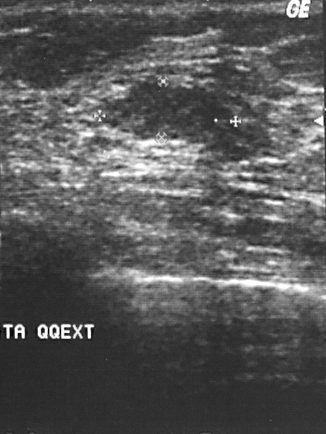
Modality: breast ultrasound. Scanner: GE Logiq 5 @10-12MHz.
The mass is assessed as BI-RADS 2. Biopsy showed fibroadenoma, a benign finding. Biopsy or follow-up result: benign.